Modality: breast ultrasound.
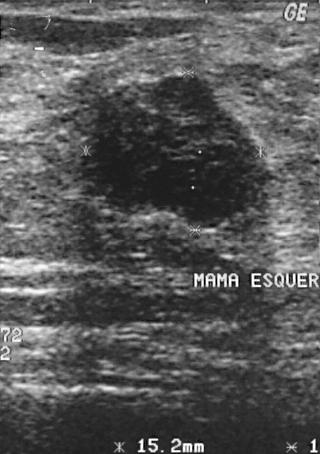
Outcome on biopsy or follow-up: benign. BI-RADS 4.